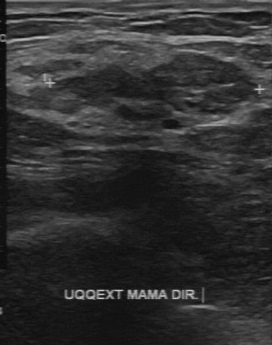
Breast US.
Outcome on biopsy or follow-up is benign. The BI-RADS category is 4.